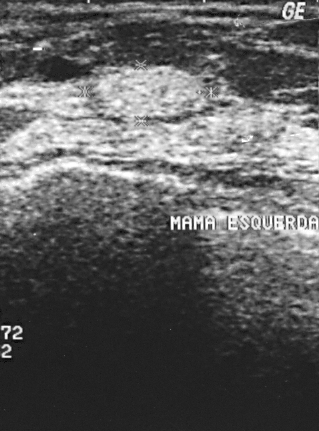
B-mode breast ultrasound.
FINDINGS: Pathology: hamartoma. Biopsy or follow-up result: benign. BI-RADS category: 2.
OUTCOME ON BIOPSY OR FOLLOW-UP: benign.